Modality: breast US.
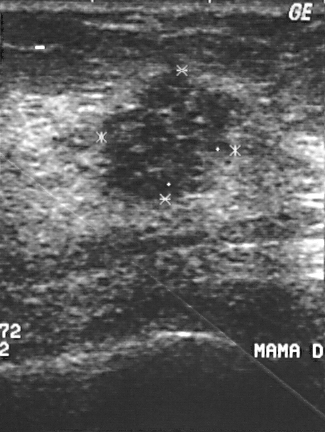
Outcome on biopsy or follow-up: malignant.